Breast ultrasound.
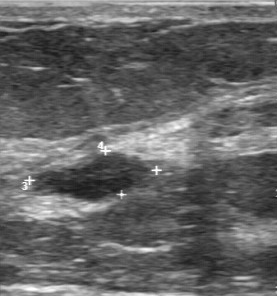
BI-RADS 3 in the original read. On a second, independent read, a mass with a partially regular margin and a fairly clear boundary is seen; it is slightly hypoechoic. The biopsy result was fibroadenoma; the mass is benign.